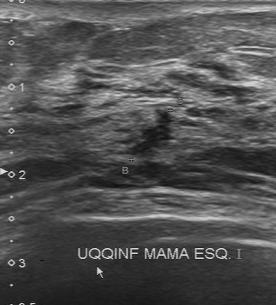
Modality: breast ultrasound.
The original reader assigned BI-RADS 4. On a second, independent read, a lesion with a partially regular margin and a somewhat unclear boundary is seen; it is slightly hypoechoic. No calcifications are seen. Histopathology: invasive ductal carcinoma (malignant).